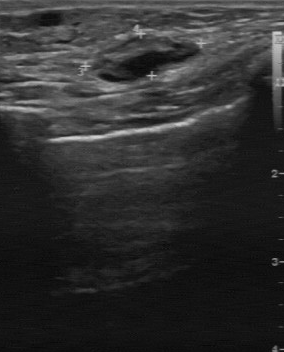
Breast ultrasound image. Acquired on GE Logiq 7 @10-14MHz.
The mass was assessed as BI-RADS 2 by the original reader.
On a second read by an independent reader:
Margin: regular.
Its boundary is clear.
Echo pattern: heterogeneous.
Calcifications: none.
The biopsy result was lymph node; the mass is benign.